Acquired on Toshiba Aplio 300 @12-14 MHz. Imaging: breast ultrasound scan.
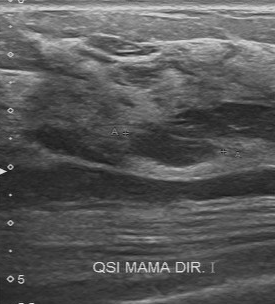
A mass is seen with biopsy or follow-up result: benign, BI-RADS assessment: 3.